Modality: breast US.
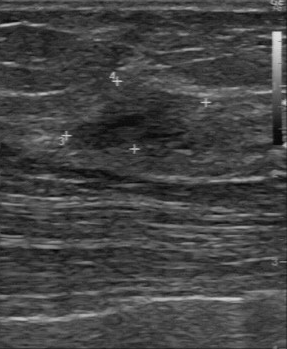
The BI-RADS is 4. The biopsy result is fibroadenoma.